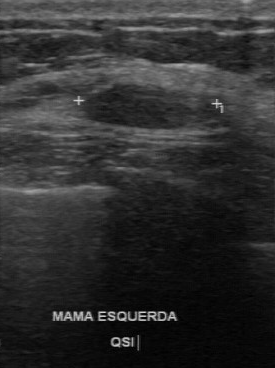
Acquired on GE Logiq 7 @10-14MHz. Breast ultrasound scan.
A mass is seen with BI-RADS category: 3.